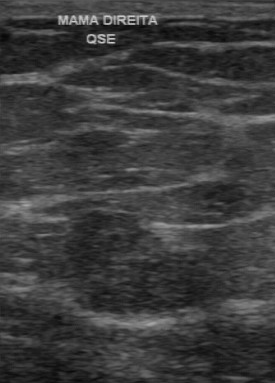
Imaging: breast ultrasound image.
The mass was categorized BI-RADS 3 in the original read. The following findings are from a second reader, independent of the original assessment. The mass has a regular margin. The lesion boundary is clear. The mass is hypoechoic. Calcifications: none. The biopsy result was fibroadenoma; the mass is benign.